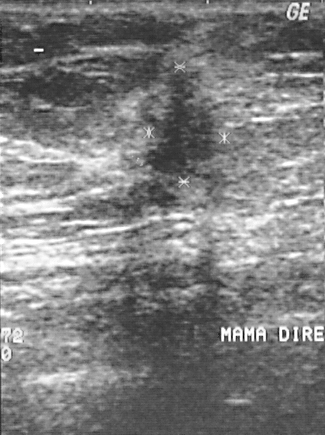
Imaging: breast ultrasound scan. Acquired on GE Logiq 5 @10-12MHz.
Outcome on biopsy or follow-up: malignant.